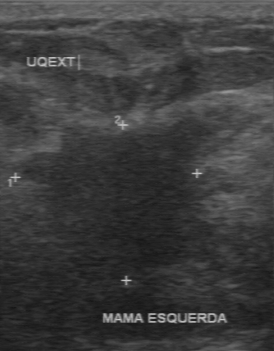
Imaging: breast US. Acquired on GE Logiq 7 @10-14MHz.
The lesion was assessed as BI-RADS 5 by the original reader. A second reader, independent of the original assessment, describes a hypoechoic lesion with an irregular margin; the boundary is unclear. Biopsy showed invasive ductal carcinoma, a malignant finding.